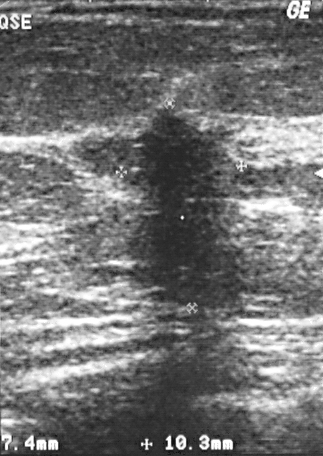
Imaging: breast US.
Lesion region of interest: (74,105)-(249,307). BI-RADS 5.